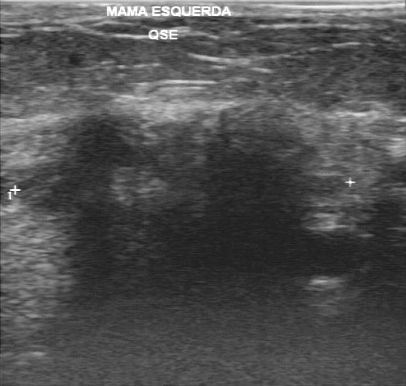
Breast ultrasound scan.
Lesion boundary: unclear. Original BI-RADS: 5. Independent BI-RADS assessment: 4C.
OUTCOME ON BIOPSY OR FOLLOW-UP: malignant.